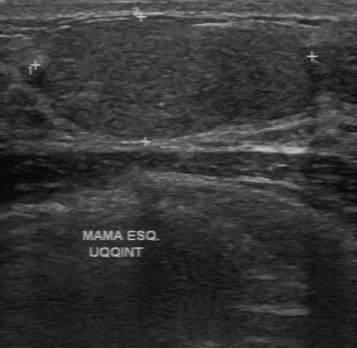
B-mode breast ultrasound.
FINDINGS: Biopsy or follow-up result: benign. BI-RADS: 3.
OUTCOME ON BIOPSY OR FOLLOW-UP: benign.